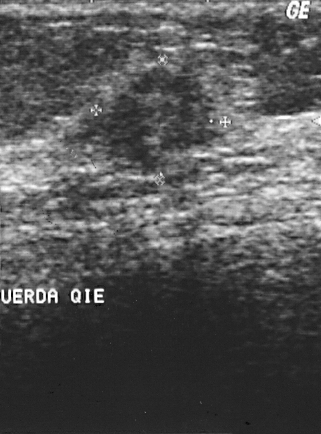
Breast US.
The biopsy result was invasive ductal carcinoma. The breast lesion is assessed as BI-RADS 4. Outcome on biopsy or follow-up: malignant.